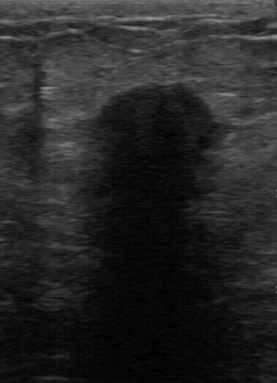
Imaging: breast ultrasound.
Echogenicity: hypoechoic. No calcifications are seen. Lesion boundary is unclear. The contour is irregular.